Imaging: breast US.
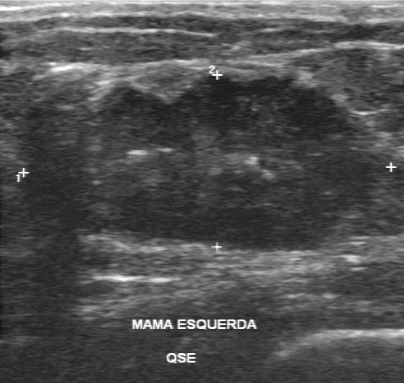
Breast US findings:
- outcome on biopsy or follow-up: malignant
- lesion boundary: unclear
- echo pattern: hypoechoic
- calcifications: multiple calcifications
- contour: irregular